Modality: breast ultrasound.
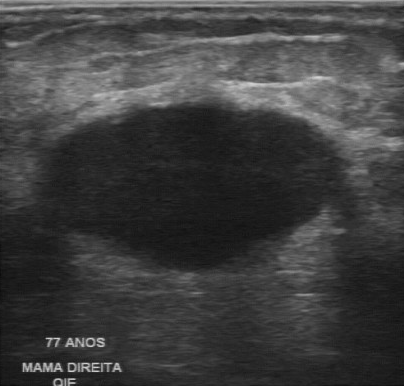
- original BI-RADS: 4
- calcifications: absent
- BI-RADS (second read): 2